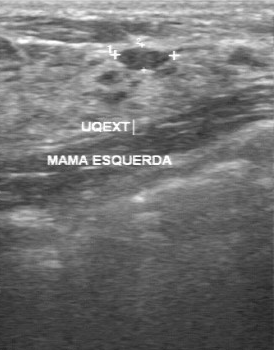
Breast US.
Coordinates are pixels in the 274x350 image. The mass occupies approximately (118,47)-(175,70).